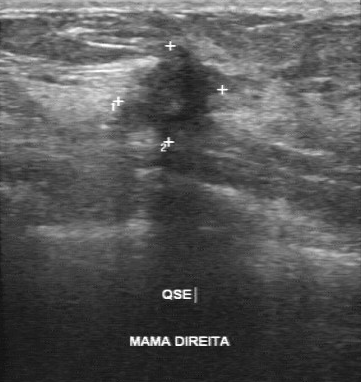
Imaging: breast ultrasound. Scanner: GE Logiq 7 @10-14MHz.
BI-RADS 5 in the original read; on a second read the margin is irregular, the boundary unclear and the lesion hypoechoic. No calcifications are seen. The biopsy result was invasive ductal carcinoma; the lesion is malignant.